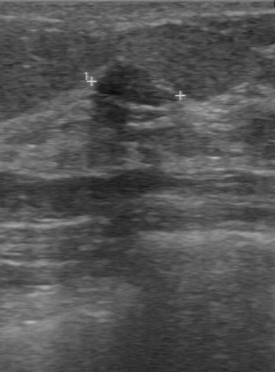
Breast sonogram.
BI-RADS 3 in the original read.
The following findings are from a second reader, independent of the original assessment.
The mass has a regular margin.
Its boundary is clear.
Echo pattern: hypoechoic.
Calcifications: none.
Histopathology: fibroadenoma (benign).